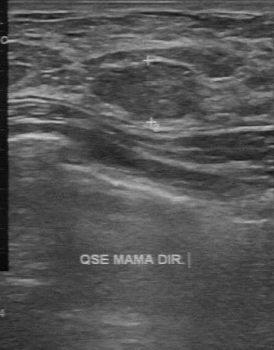
Imaging: breast sonogram. Acquired on GE Logiq 7 @10-14MHz.
Pathology: fibroadenoma. The BI-RADS assessment is 2.